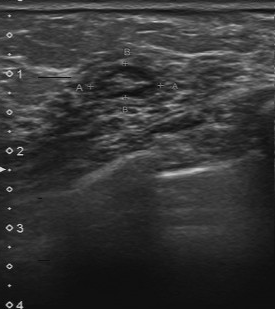
Imaging: breast sonogram.
BI-RADS 3 in the original read. On a second, independent read, a lesion with a regular margin and a clear boundary is seen; it is heterogeneous. The biopsy result was fibrocystic changes; the lesion is benign.